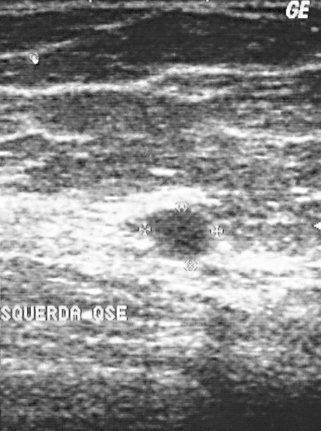
Modality: breast sonogram.
Lesion region of interest: [144, 209, 217, 260].